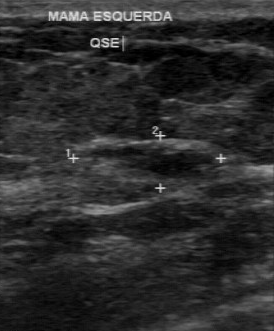
Scanner: GE Logiq 7 @10-14MHz. Modality: breast ultrasound scan.
The lesion was assessed as BI-RADS 4 by the original reader. A second, independent read describes the lesion as follows. Its boundary is somewhat unclear. There are no calcifications. Echo pattern: slightly hypoechoic. The margin is partially regular. Biopsy showed invasive ductal carcinoma, a malignant finding.